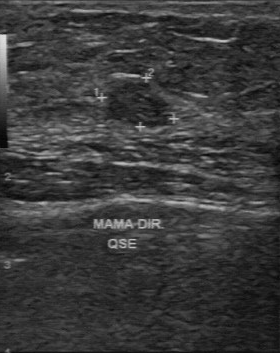
Modality: breast sonogram.
Breast lesion bounding box: x1=107, y1=83, x2=166, y2=126. The breast lesion is malignant on biopsy or follow-up.